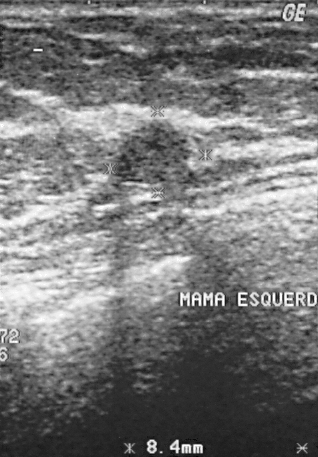
B-mode breast ultrasound.
(coordinates in a 318x457 pixel frame) Breast lesion bounding box: top-left (113, 119), bottom-right (193, 183). The breast lesion is benign on biopsy or follow-up.